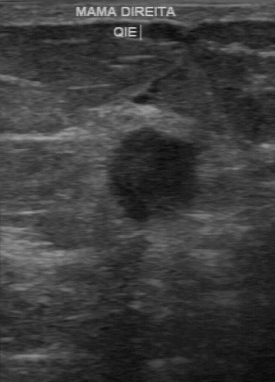
Imaging: breast ultrasound scan. Acquired on GE Logiq 7 @10-14MHz.
Coordinates are pixels in the 275x382 image. Lesion region of interest: (103,128)-(199,224). The lesion is malignant on biopsy or follow-up. BI-RADS 4.